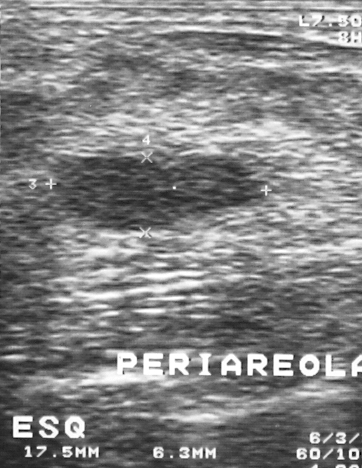
B-mode breast ultrasound.
BI-RADS assessment: 3. This lesion proved benign on biopsy or follow-up. The biopsy result was fibroadenoma; the lesion is benign.